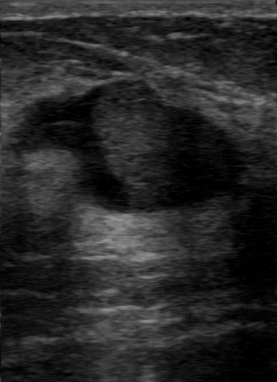
Scanner: GE Logiq 7 @10-14MHz. Imaging: breast sonogram.
Breast sonogram findings:
- calcifications: absent
- echo pattern: mixed cystic and solid
- margin: regular
- lesion boundary: somewhat unclear
- confirmed outcome (biopsy or follow-up): benign